Breast ultrasound. Scanner: GE Logiq 7 @10-14MHz.
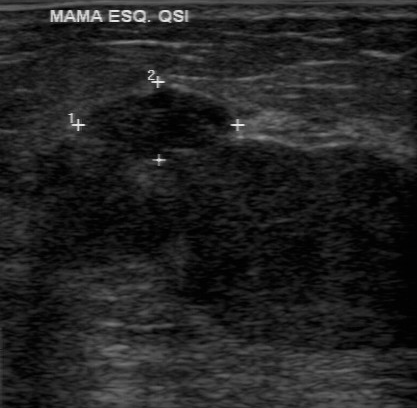
Biopsy or follow-up result: malignant.